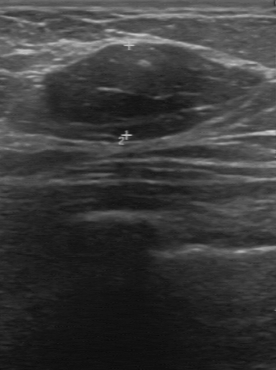
Acquired on GE Logiq 7 @10-14MHz. Modality: breast ultrasound scan.
Pixel coordinates (x1, y1, x2, y2): The lesion is located within the bounding box (45, 45) to (256, 139).